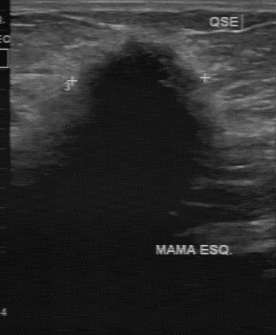
Imaging: B-mode breast ultrasound.
Original-read BI-RADS category: 4. Findings on the second read (an independent reader): a hypoechoic lesion, margin irregular, boundary unclear. No calcifications are seen. Histopathology: invasive lobular carcinoma (malignant).